Modality: breast ultrasound scan.
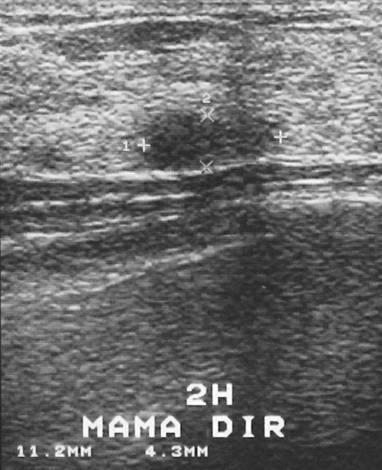
The lesion is benign on biopsy or follow-up.